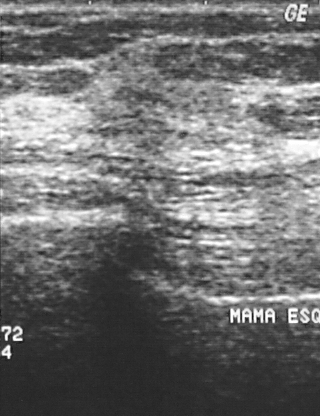
Imaging: breast US.
This breast US shows a breast lesion. BI-RADS category 4. Pathology confirmed malignant invasive lobular carcinoma.